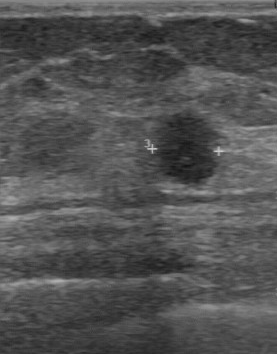
Imaging: breast US.
Breast US findings:
- outcome on biopsy or follow-up: malignant
- biopsy result: invasive ductal carcinoma
- BI-RADS assessment: 4